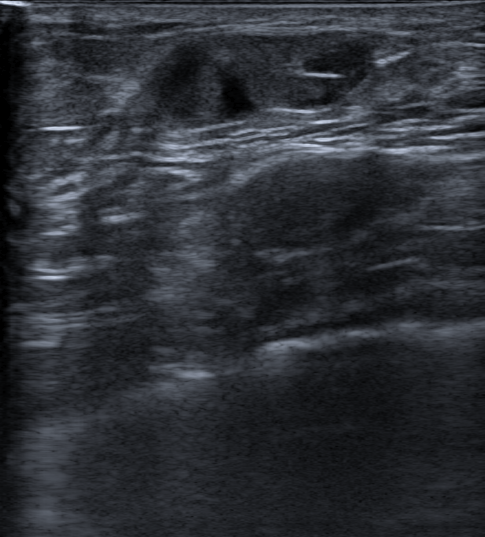
Imaging: B-mode breast ultrasound.
A mass is seen with biopsy or follow-up result: benign, echogenic halo: absent, oval lesion shape, calcifications: none, BI-RADS: 3, complex cystic/solid echotexture, radiologist impression: Fat necrosis; Hematoma, circumscribed borders.